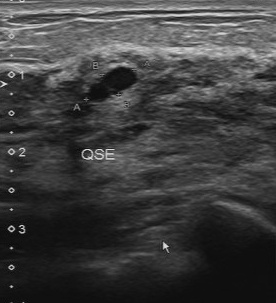
Modality: breast ultrasound.
This breast ultrasound shows a mass with outcome on biopsy or follow-up: benign, BI-RADS category: 2.